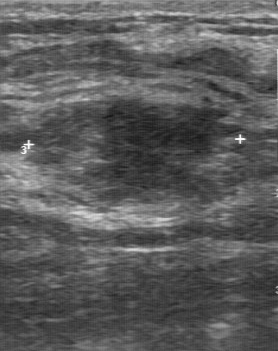
Imaging: breast sonogram. Scanner: GE Logiq 7 @10-14MHz.
This breast sonogram shows a finding with BI-RADS assessment: 3, pathology: fibrocystic changes.